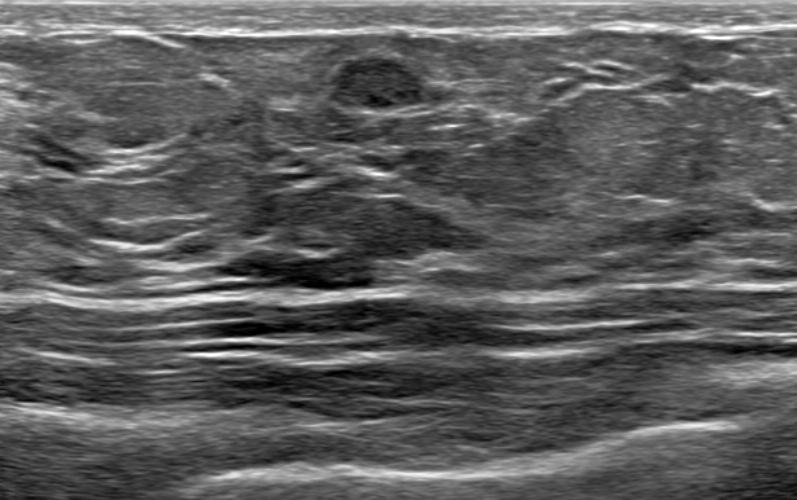
Breast US.
- echogenic halo: absent
- calcifications: absent
- echotexture: heterogeneous
- skin thickening: absent
- radiologic interpretation: Fibroadenoma; Lacteal cyst
- BI-RADS category: 3
- posterior features: absent
- verification: confirmed by follow-up care
- lesion margin: circumscribed
- lesion shape: oval